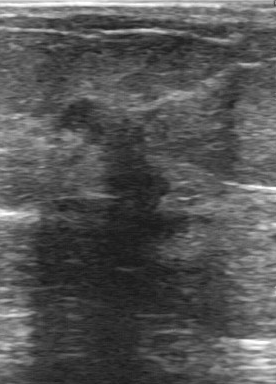
Imaging: breast ultrasound scan.
This breast ultrasound scan shows a mass with hypoechoic internal echoes, unclear lesion boundary, calcifications: none, independent BI-RADS assessment: 4B, outcome on biopsy or follow-up: malignant.